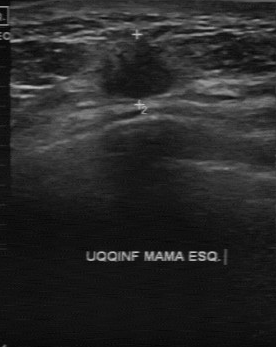
Imaging: breast sonogram.
Boundary: unclear. The BI-RADS (first reader) is 4. Echo pattern is hypoechoic. The lesion margin is irregular. BI-RADS on independent re-read is 4A.